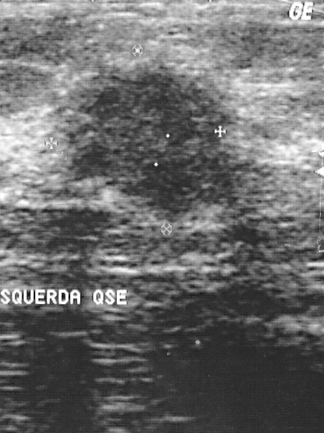
Breast US.
This breast US shows a breast lesion, malignant on biopsy or follow-up.